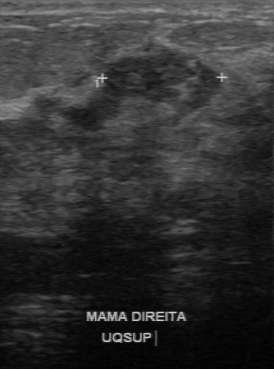
Imaging: B-mode breast ultrasound.
BI-RADS 4 in the original read. The following findings are from a second reader, independent of the original assessment. The finding has an irregular margin. Boundary: unclear. Echo pattern: heterogeneous. Calcifications: none. Histopathology: invasive ductal carcinoma (malignant).